Imaging: breast US. Acquired on GE Logiq 5 @10-12MHz.
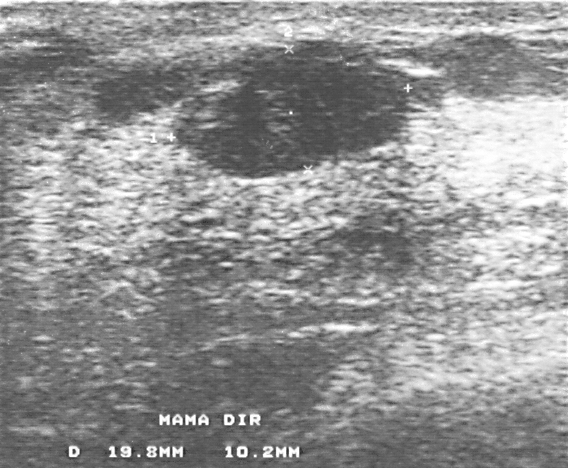
Mass: benign on biopsy or follow-up. BI-RADS 3.